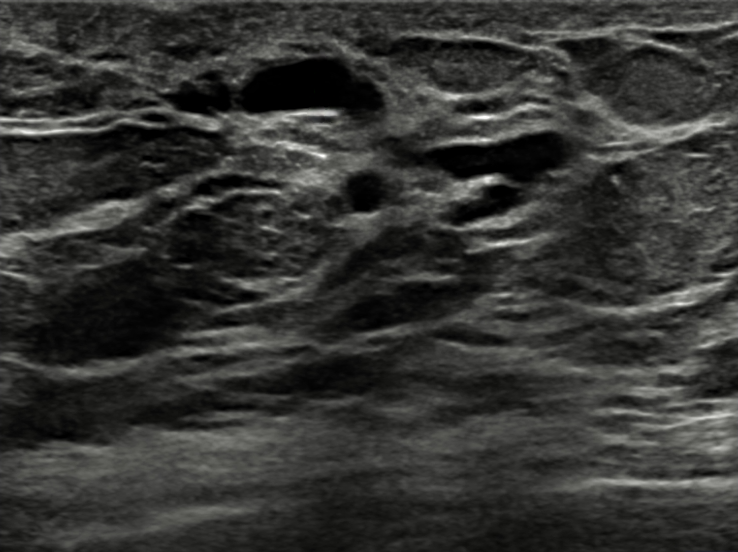
Patient age: 57. Modality: B-mode breast ultrasound.
The lesion is benign on biopsy or follow-up. (BI-RADS category 2.)